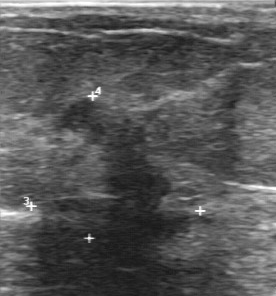
Imaging: breast ultrasound image.
BI-RADS 5 in the original read. Findings on the second read (an independent reader): a slightly hypoechoic breast lesion, margin irregular, boundary unclear. Histopathology: invasive ductal carcinoma (malignant).